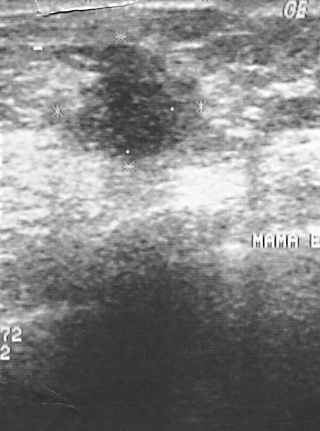
Modality: B-mode breast ultrasound.
A lesion is seen. Assessment: BI-RADS 4. Pathology confirmed malignant invasive ductal carcinoma.